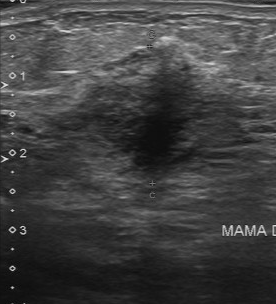
Modality: breast ultrasound image. Acquired on Toshiba Aplio 300 @12-14 MHz.
Coordinates are pixels in the 276x304 image. Mass bounding box: (51,44)-(226,183).